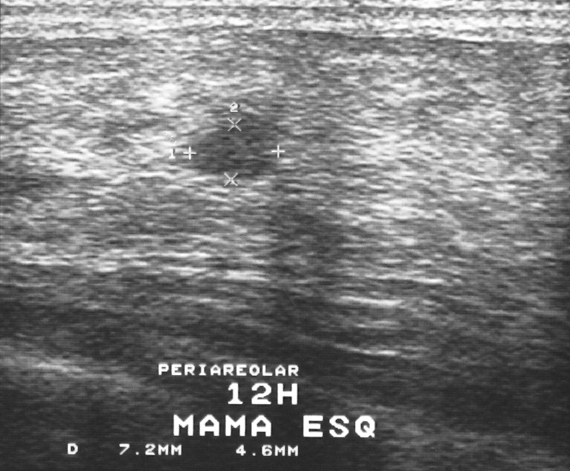
Breast sonogram.
Segment the mass: bounding box [194, 126, 277, 177]. The mass is benign on biopsy or follow-up.